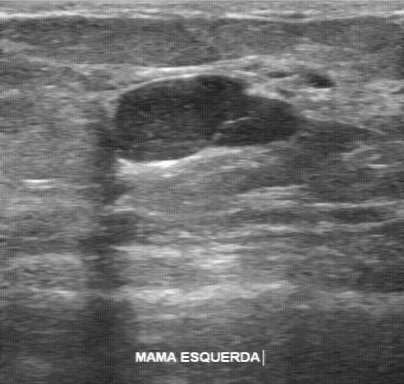
Imaging: B-mode breast ultrasound.
FINDINGS: B-mode breast ultrasound. Independent BI-RADS assessment: 3. Lesion margin: regular. Echo pattern: hypoechoic. Calcifications: absent. Pathology: cyst. BI-RADS (first reader): 3.
OUTCOME ON BIOPSY OR FOLLOW-UP: benign.